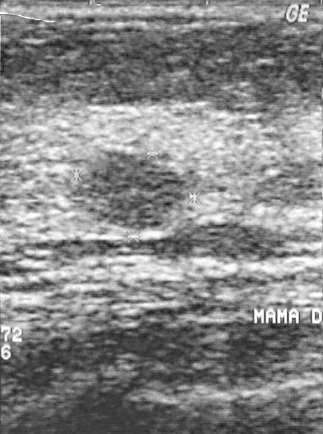
Breast ultrasound image.
A mass is present on this breast ultrasound image. Assessment: BI-RADS 2. Biopsy showed cyst, a benign finding.